Breast ultrasound scan.
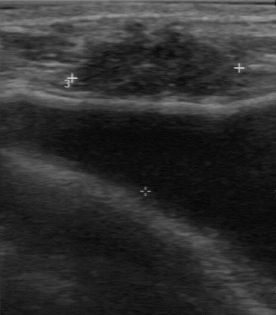
The breast lesion was categorized BI-RADS 4 in the original read. The following findings are from a second reader, independent of the original assessment. Calcifications: none. Margin: partially regular. The lesion boundary is somewhat unclear. The breast lesion is hypoechoic. The biopsy result was invasive ductal carcinoma; the breast lesion is malignant.